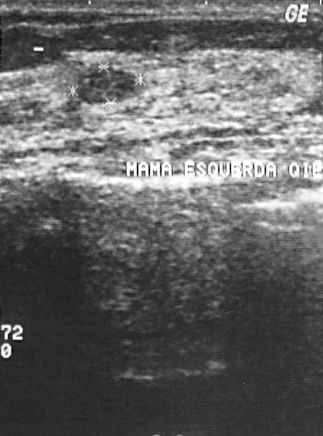
Scanner: GE Logiq 5 @10-12MHz. Breast sonogram.
- BI-RADS assessment: 2
- biopsy or follow-up result: benign
- histopathology: fibroadenoma